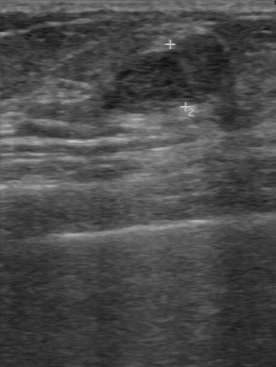
Modality: breast ultrasound scan. Acquired on GE Logiq 7 @10-14MHz.
Original-read BI-RADS category: 3. The following findings are from a second reader, independent of the original assessment. Internally the lesion is hypoechoic. No calcifications are seen. Boundary: clear. The margin is regular. Histopathology: fibroadenoma (benign).